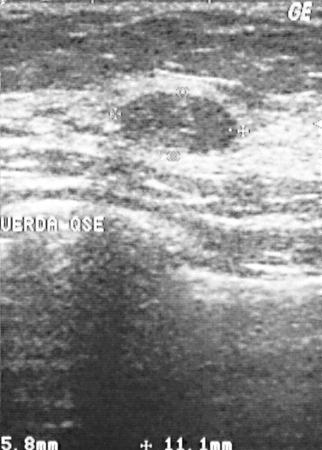
Acquired on GE Logiq 5 @10-12MHz. Modality: breast ultrasound image.
This breast ultrasound image shows a mass. It was assessed as BI-RADS 2. Biopsy showed fibroadenoma, a benign finding.